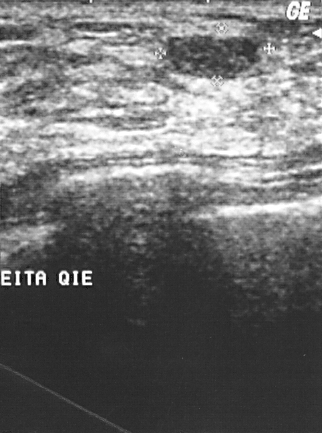
Scanner: GE Logiq 5 @10-12MHz. Modality: B-mode breast ultrasound.
Segment the lesion: bounding box 168 35 255 77.